Imaging: breast ultrasound image.
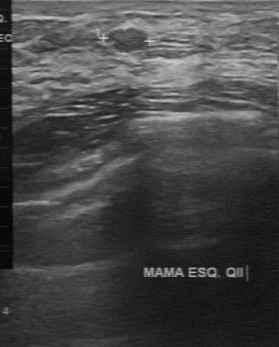
Coordinates are pixels in the 279x347 image. Finding bounding box: (106, 28) to (146, 51).